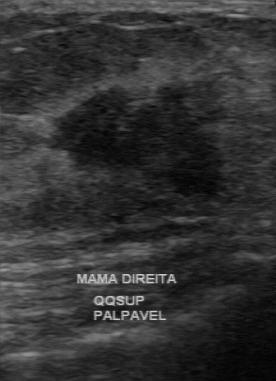
Breast sonogram.
Pathology is invasive ductal carcinoma. Confirmed outcome (biopsy or follow-up): malignant. The BI-RADS category is 4.